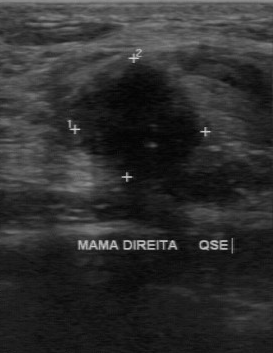
Scanner: GE Logiq 7 @10-14MHz. Modality: B-mode breast ultrasound.
(coordinates in a 273x353 pixel frame) The lesion occupies approximately (66, 63) to (201, 183). The lesion is malignant on biopsy or follow-up.